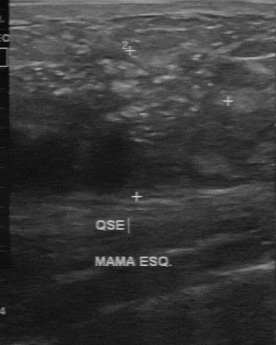
Imaging: B-mode breast ultrasound.
The mass was assessed as BI-RADS 4 by the original reader. Descriptors from an independent second read (not the reader who assigned the category): The mass has an irregular margin. Calcifications: multiple clustered microcalcifications. Internally the mass is heterogeneous. The lesion boundary is unclear. Histopathology: invasive ductal carcinoma (malignant).